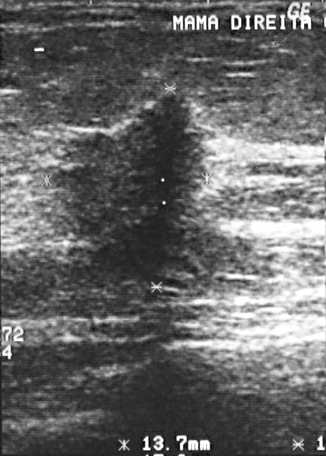
Modality: breast US.
The lesion is malignant on biopsy or follow-up. (BI-RADS category 5.)